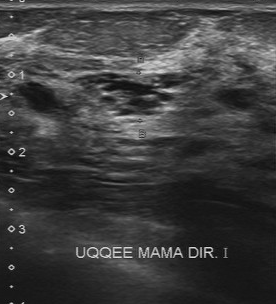
Acquired on Toshiba Aplio 300 @12-14 MHz. Modality: breast ultrasound scan.
FINDINGS: Breast ultrasound scan. BI-RADS (second read): 4A. Original BI-RADS: 4.